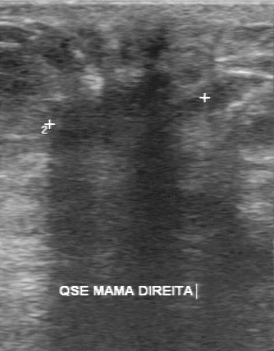
Modality: breast sonogram. Scanner: GE Logiq 7 @10-14MHz.
Original-read BI-RADS category: 5. Descriptors from an independent second read (not the reader who assigned the category): The lesion has an irregular margin. Boundary: unclear. Echo pattern: heterogeneous. Calcifications: none. Histopathology: invasive lobular carcinoma (malignant).